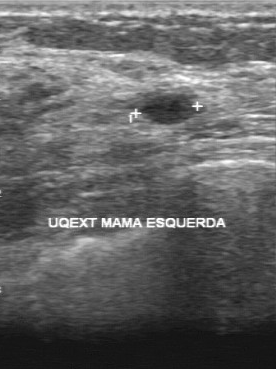
Imaging: breast sonogram.
A breast lesion is seen with clear boundary, regular lesion margin, pathology: cyst, slightly hypoechoic echo pattern, calcifications: none.